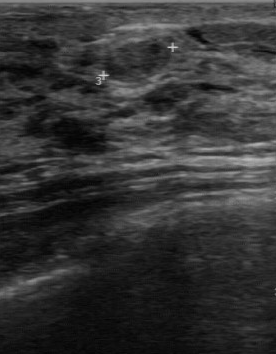
Modality: breast ultrasound scan.
BI-RADS 2 in the original read.
The following findings are from a second reader, independent of the original assessment.
Calcifications: none.
The lesion boundary is clear.
Internally the mass is hypoechoic.
The mass has a regular margin.
Biopsy showed intraductal papilloma, a benign finding.